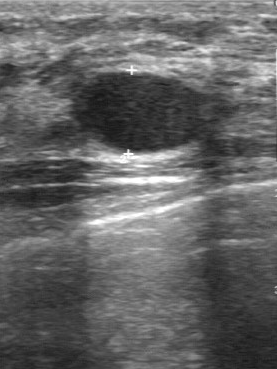
Acquired on GE Logiq 7 @10-14MHz. Breast ultrasound.
There are no calcifications. Lesion boundary is clear. Lesion margin: regular. Echo pattern: hypoechoic. The original BI-RADS is 2. BI-RADS on independent re-read is 3.